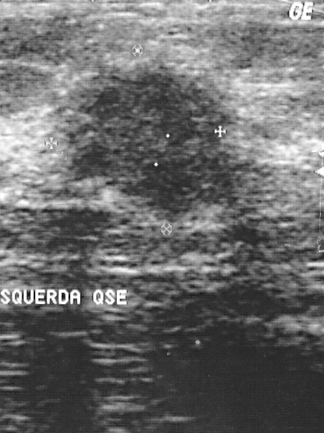
B-mode breast ultrasound.
Histopathology: invasive ductal carcinoma. BI-RADS: 4. Biopsy or follow-up result: malignant.
OUTCOME ON BIOPSY OR FOLLOW-UP: malignant.